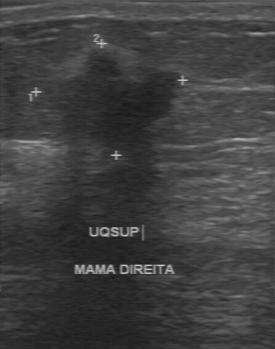
Imaging: breast sonogram.
Coordinates are pixels in the 275x349 image. Lesion region of interest: top-left (45, 50), bottom-right (182, 157). The finding is malignant on biopsy or follow-up.